Acquired on GE Logiq 5 @10-12MHz. Imaging: breast sonogram.
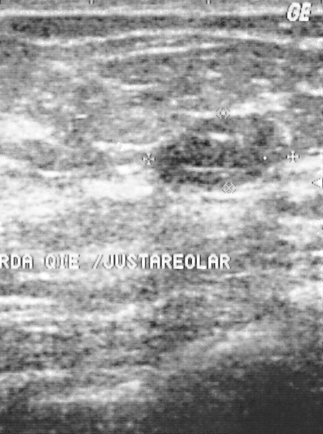
A breast lesion is present on this breast sonogram. It was assessed as BI-RADS 2. Biopsy showed fibroadenoma, a benign finding.